Imaging: breast ultrasound.
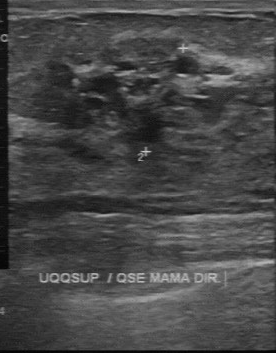
Original-read BI-RADS category: 3. The following findings are from a second reader, independent of the original assessment. Margin: irregular. The lesion boundary is unclear. Echo pattern: heterogeneous. Calcifications: suspected. Biopsy showed hyperplasia, a benign finding.